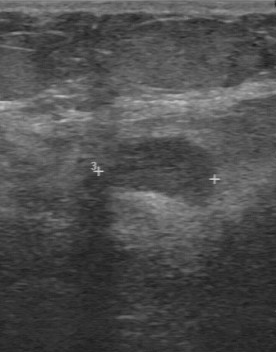
Imaging: breast US.
The lesion is benign on biopsy or follow-up. BI-RADS 3.